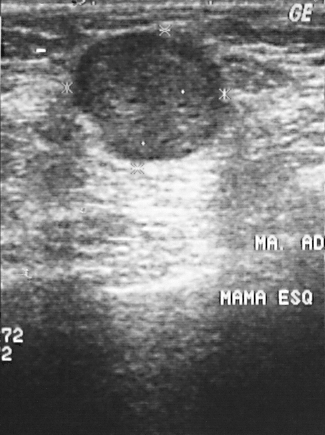
Modality: breast sonogram.
FINDINGS: Histopathology: invasive ductal carcinoma. BI-RADS: 2.
OUTCOME ON BIOPSY OR FOLLOW-UP: malignant.